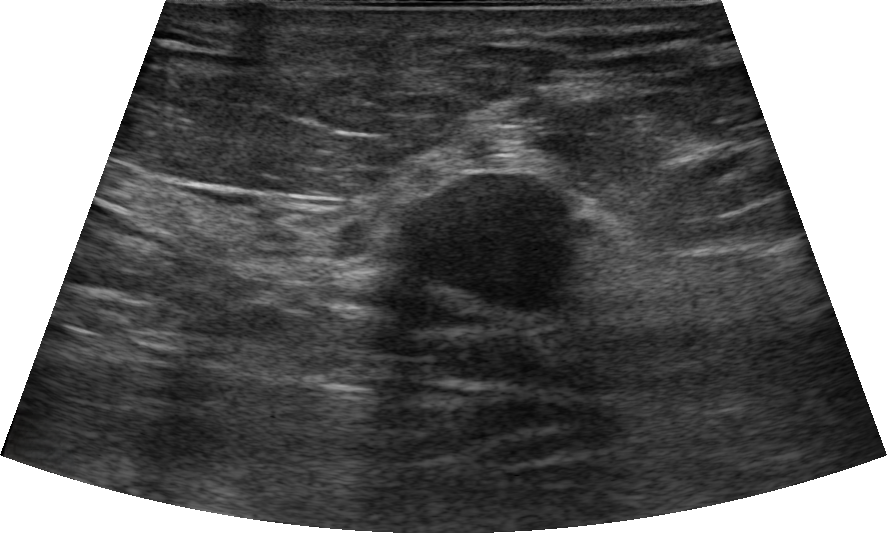
Imaging: breast US.
Pixel coordinates (x1, y1, x2, y2): Lesion region of interest: [388, 171, 585, 323]. The breast lesion is malignant on biopsy or follow-up.